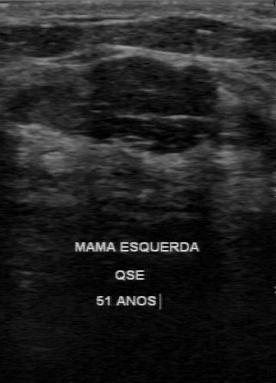
Breast ultrasound scan.
A lesion is seen with second-reader BI-RADS: 3, hypoechoic internal echoes, BI-RADS (first reader): 2, regular contour, calcifications: absent.